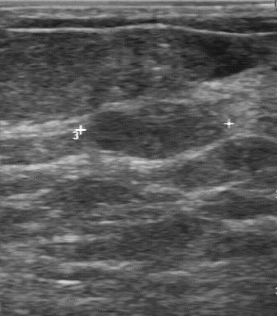
Imaging: breast ultrasound image.
The original reader assigned BI-RADS 3. A second reader, independent of the original assessment, describes a hypoechoic breast lesion with a regular margin; the boundary is clear. Calcifications: none. Biopsy showed fibroadenoma, a benign finding.